Modality: breast ultrasound.
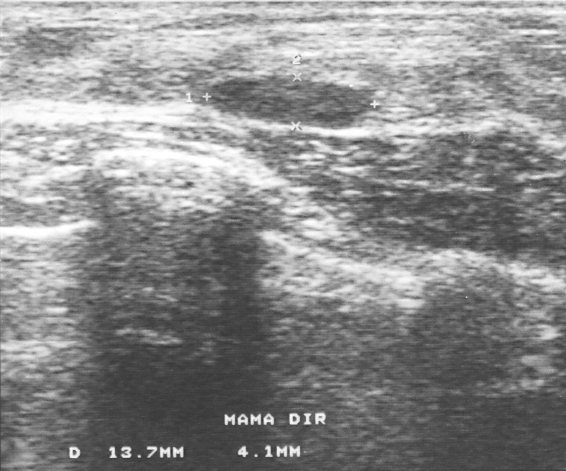
Outcome on biopsy or follow-up: benign. BI-RADS assessment: 2. Biopsy showed fibrocystic changes.